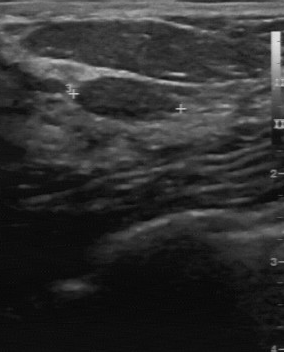
Modality: breast US.
Breast US findings:
- outcome on biopsy or follow-up: benign
- histopathology: fibroadenoma
- contour: regular
- lesion boundary: clear
- calcifications: none
- echogenicity: slightly hypoechoic